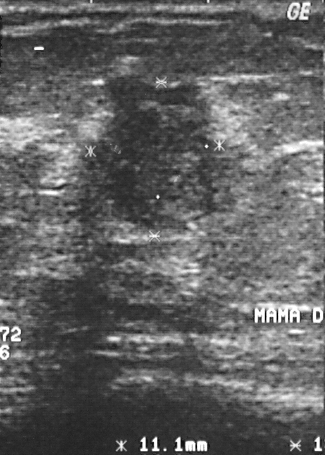
Imaging: breast ultrasound image.
This breast ultrasound image shows a mass with BI-RADS assessment: 4, pathology: invasive ductal carcinoma, confirmed outcome (biopsy or follow-up): malignant.